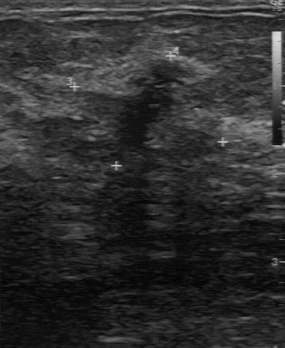
Breast ultrasound image.
The breast lesion demonstrates histopathology: fibrocystic changes, BI-RADS: 4.